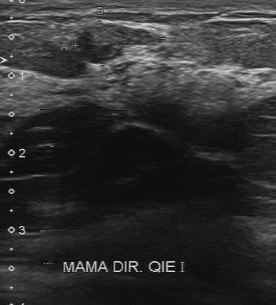
B-mode breast ultrasound.
This B-mode breast ultrasound shows a lesion with histopathology: duct ectasia, second-reader BI-RADS: 3, confirmed outcome (biopsy or follow-up): benign, BI-RADS (first reader): 4.